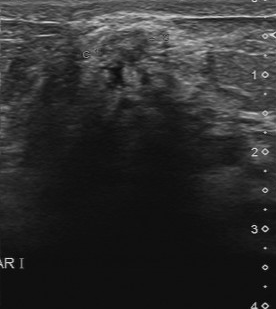
Imaging: B-mode breast ultrasound.
(coordinates in a 276x309 pixel frame) Breast lesion bounding box: 96 27 151 64. The breast lesion is benign on biopsy or follow-up.